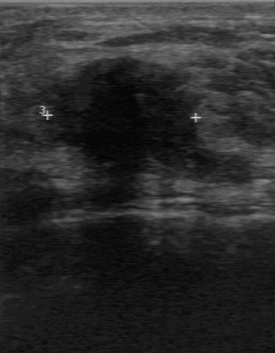
Modality: breast US. Scanner: GE Logiq 7 @10-14MHz.
Lesion characteristics:
- calcifications: absent
- margin: irregular
- lesion boundary: unclear
- echo pattern: hypoechoic